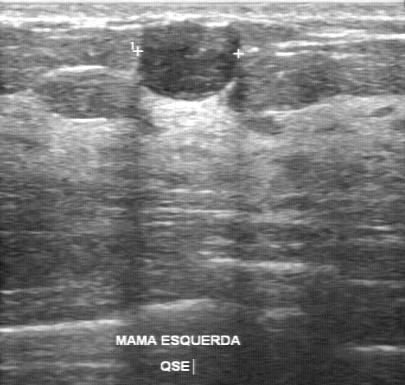
Imaging: breast ultrasound. Scanner: GE Logiq 7 @10-14MHz.
BI-RADS category is 4. Histopathology is fibroadenoma.